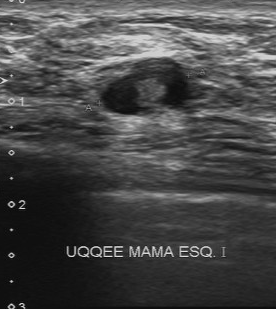
Acquired on Toshiba Aplio 300 @12-14 MHz. Breast ultrasound.
The lesion was categorized BI-RADS 4 in the original read. On a second, independent read, a lesion with a regular margin and a fairly clear boundary is seen; it is of mixed cystic and solid echotexture. There are no calcifications. Pathology confirmed benign lobular atrophy.